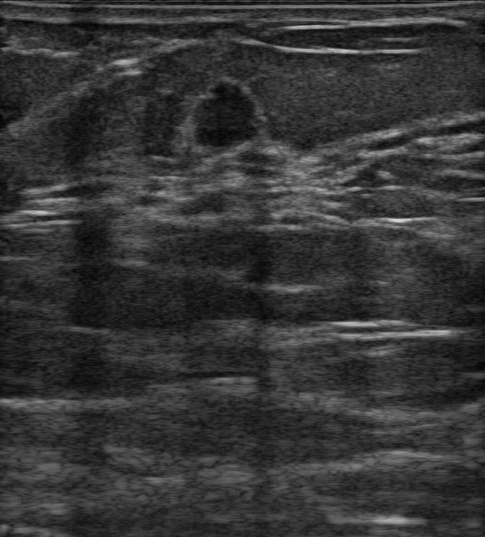
Breast ultrasound.
(coordinates in a 485x537 pixel frame) The mass occupies approximately [191, 81, 266, 149]. BI-RADS 4A.